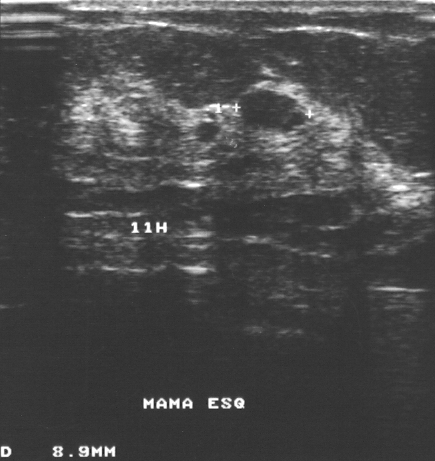
Imaging: breast ultrasound image. Scanner: GE Logiq 5 @10-12MHz.
- BI-RADS: 3
- outcome on biopsy or follow-up: benign